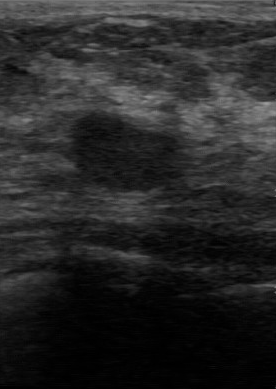
B-mode breast ultrasound.
The original reader assigned BI-RADS 3. A second reader, independent of the original assessment, describes a hypoechoic finding with a regular margin; the boundary is clear. Pathology confirmed benign fibroadenoma.